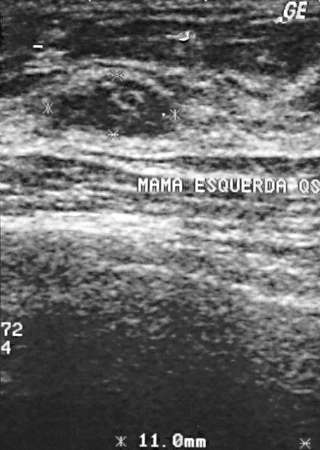
Imaging: breast ultrasound scan.
This breast ultrasound scan shows a mass. It was assessed as BI-RADS 2. Histopathology: fibroadenoma (benign).